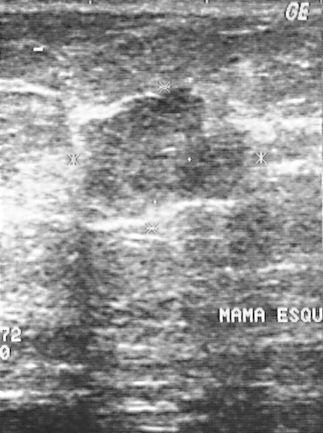
Imaging: B-mode breast ultrasound.
A mass is present on this B-mode breast ultrasound. Assessment: BI-RADS 4. Histopathology: invasive ductal carcinoma (malignant).